Breast ultrasound.
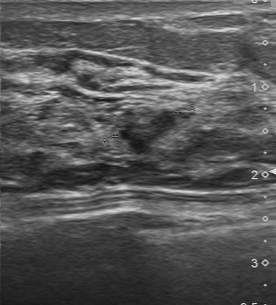
Original-read BI-RADS category: 4.
A second, independent read describes the finding as follows.
The margin is partially regular.
Boundary: somewhat unclear.
Internally the finding is slightly hypoechoic.
No calcifications are seen.
The biopsy result was invasive ductal carcinoma; the finding is malignant.